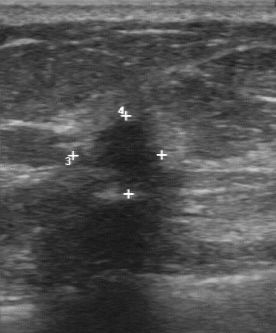
Scanner: GE Logiq 7 @10-14MHz. Imaging: breast US.
This breast US shows a breast lesion with BI-RADS category: 5, biopsy or follow-up result: malignant.